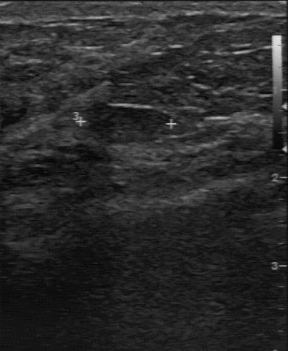
Imaging: breast ultrasound scan.
FINDINGS: Breast ultrasound scan. Echogenicity: slightly hypoechoic. Outcome on biopsy or follow-up: benign. Contour: regular. Original BI-RADS: 3. Independent BI-RADS assessment: 3.